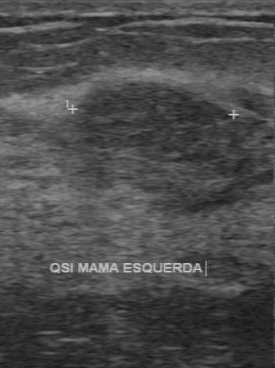
Imaging: breast sonogram.
This breast sonogram shows a lesion with BI-RADS: 4.